Breast sonogram.
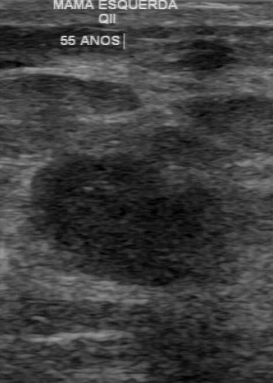
Histopathology is invasive ductal carcinoma. The BI-RADS (first reader) is 4. Second-reader BI-RADS is 4A.